Imaging: breast US.
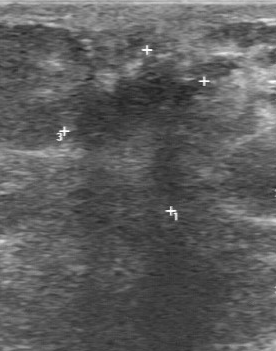
(coordinates in a 276x351 pixel frame) Breast lesion bounding box: 64 27 238 153. The breast lesion is malignant on biopsy or follow-up. BI-RADS 5.